Breast ultrasound scan.
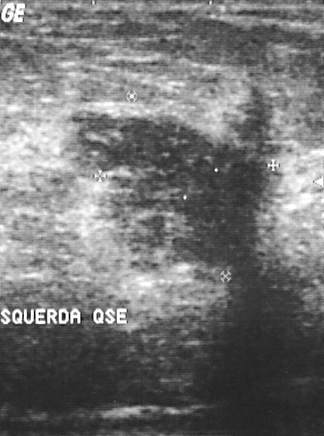
Lesion characteristics:
- BI-RADS category: 5